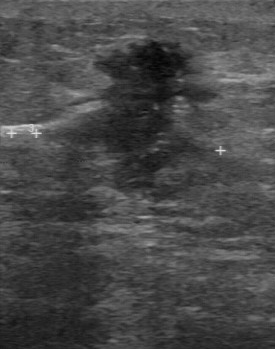
Modality: breast ultrasound.
A finding is seen with confirmed outcome (biopsy or follow-up): malignant, independent BI-RADS assessment: 4C, BI-RADS (first reader): 5.